Imaging: breast ultrasound image. Scanner: GE Logiq 5 @10-12MHz.
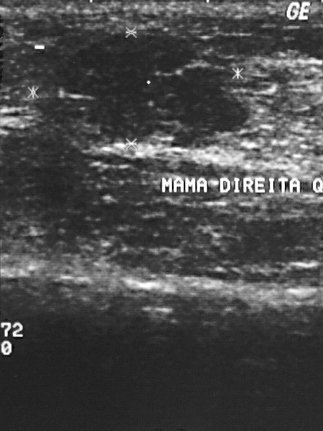
Mass: benign on biopsy or follow-up. BI-RADS 3.